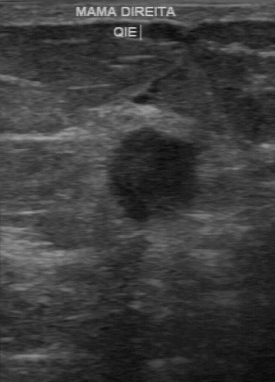
Imaging: breast ultrasound scan.
This breast ultrasound scan shows a finding, malignant on biopsy or follow-up.